Imaging: B-mode breast ultrasound.
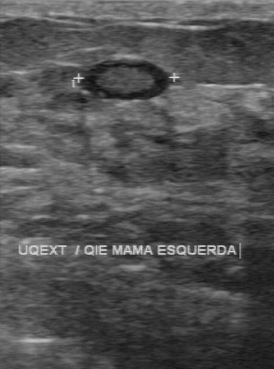
Coordinates are pixels in the 274x369 image. The mass is located within the bounding box 77 58 174 101. The mass is benign on biopsy or follow-up.